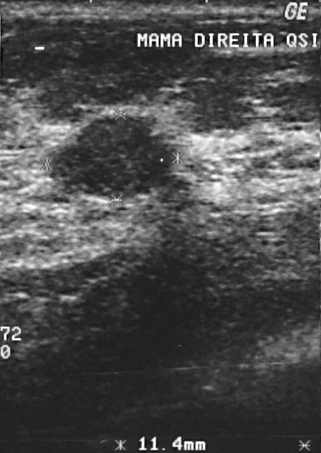
Modality: breast US.
Lesion characteristics:
- BI-RADS assessment: 3